Acquired on GE Logiq 7 @10-14MHz. Imaging: breast sonogram.
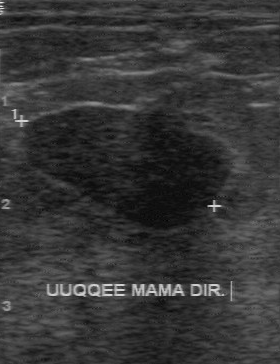
BI-RADS 2 in the original read. Descriptors from an independent second read (not the reader who assigned the category): The margin is regular. Its boundary is clear. Internally the finding is hypoechoic. There are no calcifications. Histopathology: fibroadenoma (benign).